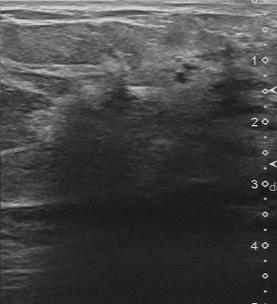
Scanner: Toshiba Aplio 300 @12-14 MHz. Breast ultrasound scan.
- BI-RADS assessment: 5
- confirmed outcome (biopsy or follow-up): malignant